Modality: B-mode breast ultrasound.
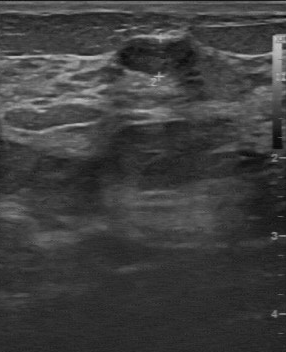
Original-read BI-RADS category: 3. A second, independent read describes the mass as follows. No calcifications are seen. Margin: regular. Boundary: clear. The mass is slightly hypoechoic. Biopsy showed fibroadenoma, a benign finding.